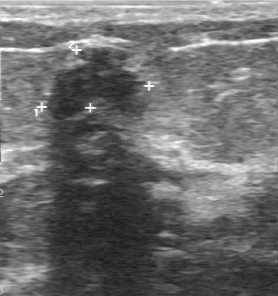
Modality: breast US.
Original-read BI-RADS category: 2. On a second, independent read, a lesion with an irregular margin and a somewhat unclear boundary is seen; it is hypoechoic. There are no calcifications. The biopsy result was fibroadenoma; the lesion is benign.